Breast sonogram.
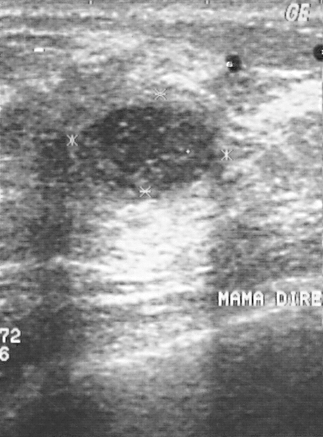
Biopsy or follow-up result: benign. BI-RADS assessment: 2. Biopsy result: cyst.
OUTCOME ON BIOPSY OR FOLLOW-UP: benign.